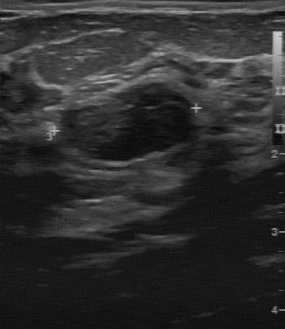
Imaging: breast US.
(coordinates in a 285x329 pixel frame) Lesion bounding box: (65, 91) to (191, 161).